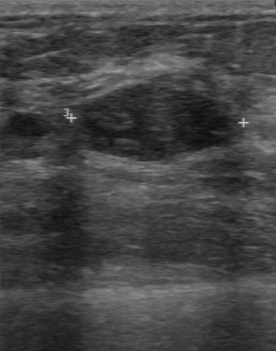
Acquired on GE Logiq 7 @10-14MHz. Modality: B-mode breast ultrasound.
Pixel coordinates (x1, y1, x2, y2): Mass bounding box: 76 84 237 160.